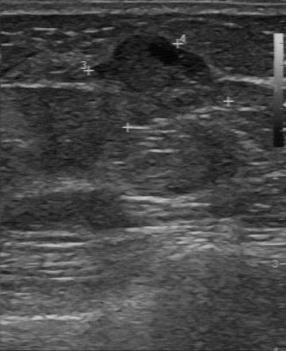
B-mode breast ultrasound.
The breast lesion was categorized BI-RADS 4 in the original read. A second, independent read describes the breast lesion as follows. There are no calcifications. Margin: partially regular. The lesion boundary is somewhat unclear. The breast lesion is slightly hypoechoic. Histopathology: mucinous carcinoma (malignant).